Scanner: GE Logiq 5 @10-12MHz. Imaging: breast ultrasound.
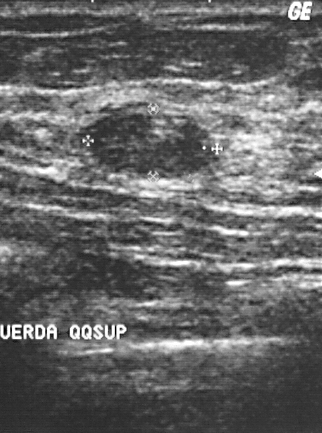
Coordinates are pixels in the 322x433 image. The lesion occupies approximately [89, 114, 214, 174]. The lesion is benign on biopsy or follow-up.